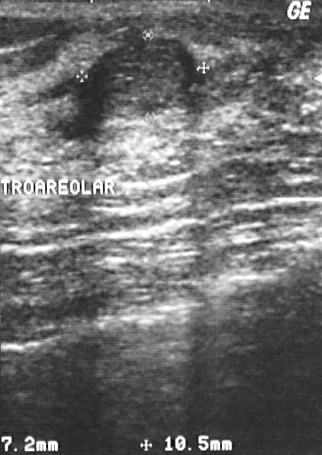
Imaging: B-mode breast ultrasound.
Outcome on biopsy or follow-up: benign. (BI-RADS category 3.)